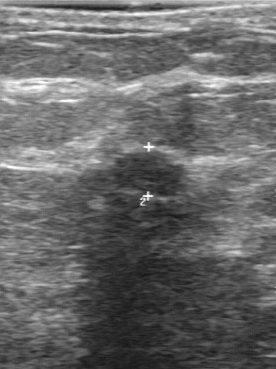
Modality: breast US.
Mass: benign on biopsy or follow-up. BI-RADS 4.